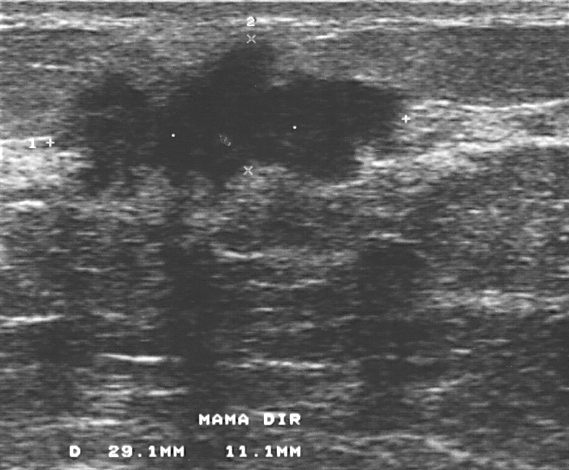
Imaging: breast ultrasound. Scanner: GE Logiq 5 @10-12MHz.
Biopsy or follow-up result is malignant. BI-RADS: 4.